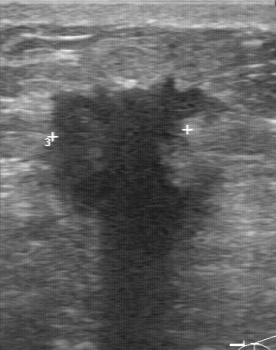
Breast sonogram.
This breast sonogram shows a mass, malignant on biopsy or follow-up. (BI-RADS category 5.)